Breast ultrasound scan.
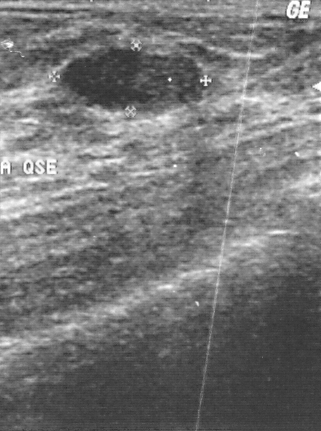
Lesion: benign on biopsy or follow-up. BI-RADS 2.